Imaging: breast ultrasound image. Background echotexture is heterogeneous: predominantly fat. Age 78.
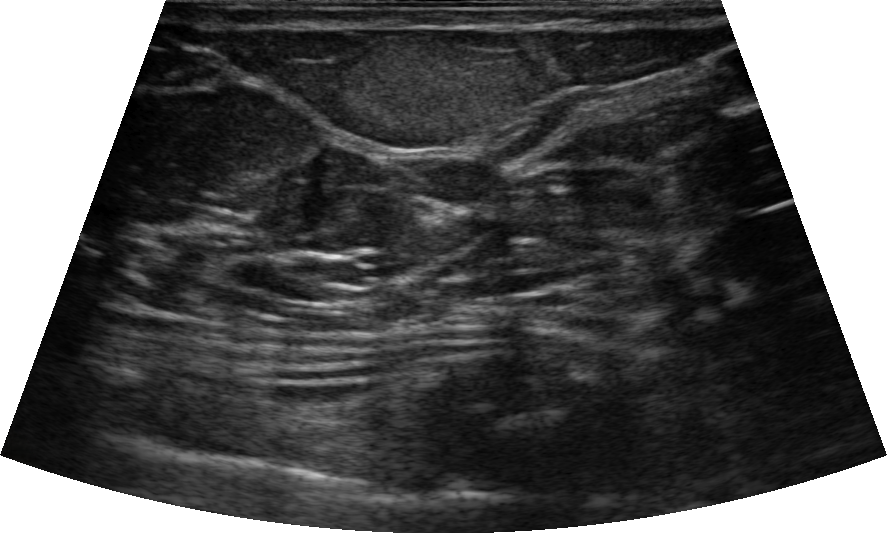
Finding: breast lesion, benign on biopsy or follow-up. (BI-RADS category 2.)